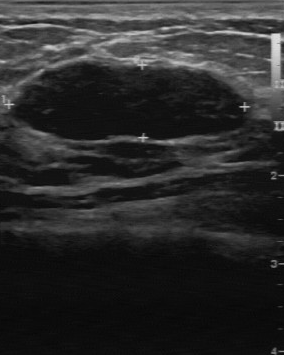
Acquired on GE Logiq 7 @10-14MHz. Breast ultrasound.
Lesion margin is regular. The boundary is clear. Echogenicity: hypoechoic. No calcifications are seen.